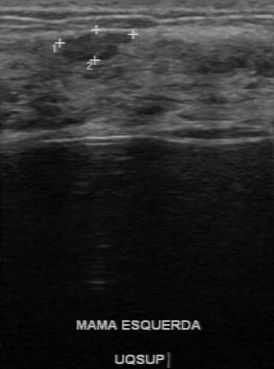
Modality: B-mode breast ultrasound.
Lesion characteristics:
- outcome on biopsy or follow-up: benign
- echo pattern: hypoechoic
- calcifications: absent
- lesion margin: partially regular
- boundary: fairly clear